Breast sonogram.
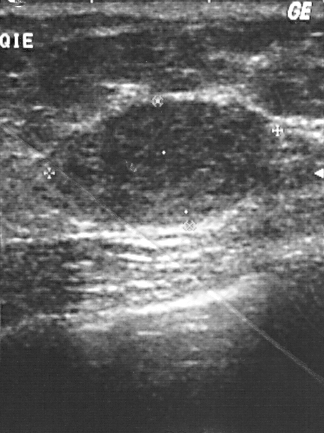
A lesion is present on this breast sonogram. It was assessed as BI-RADS 2. Histopathology: fibroadenoma (benign).